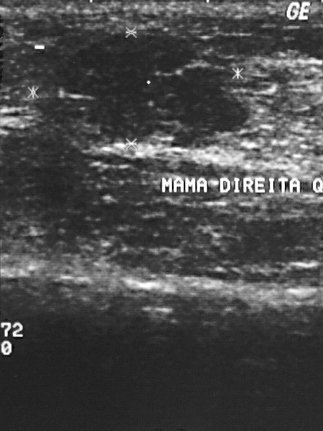
Imaging: breast sonogram.
The biopsy result was fibroadenoma; the breast lesion is benign. BI-RADS assessment: 3.